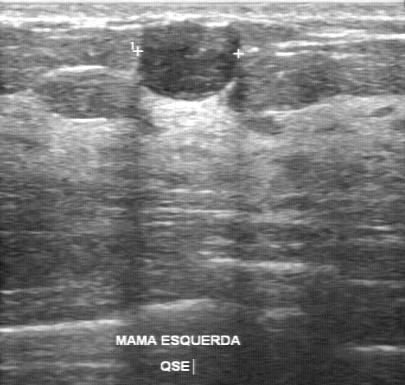
Acquired on GE Logiq 7 @10-14MHz. Imaging: breast US.
This breast US shows a breast lesion, benign on biopsy or follow-up.